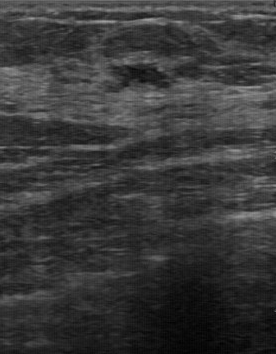
Modality: breast ultrasound.
The lesion was assessed as BI-RADS 3 by the original reader. A second reader, independent of the original assessment, describes a hypoechoic lesion with a regular margin; the boundary is clear. Biopsy showed fibroadenoma, a benign finding.